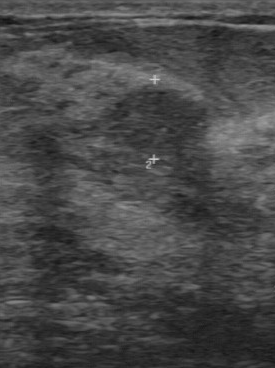
Modality: breast ultrasound image.
Outcome on biopsy or follow-up: benign. BI-RADS 4.